Breast ultrasound scan.
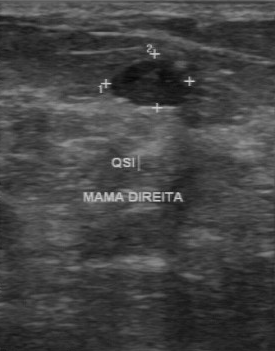
BI-RADS 3 in the original read; on a second read the margin is regular, the boundary fairly clear and the lesion hypoechoic. There are no calcifications. The biopsy result was fibroadenoma; the lesion is benign.